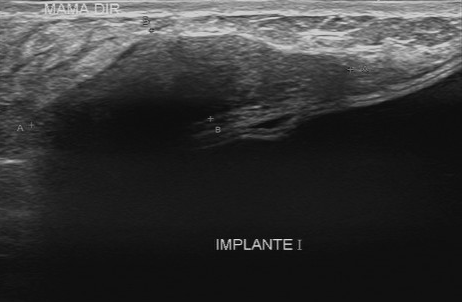
Acquired on Toshiba Aplio 300 @12-14 MHz. Modality: breast ultrasound scan.
Original-read BI-RADS category: 4. Findings on the second read (an independent reader): a hypoechoic breast lesion, margin regular, boundary fairly clear. Calcifications: none. Pathology confirmed benign fibrosis.